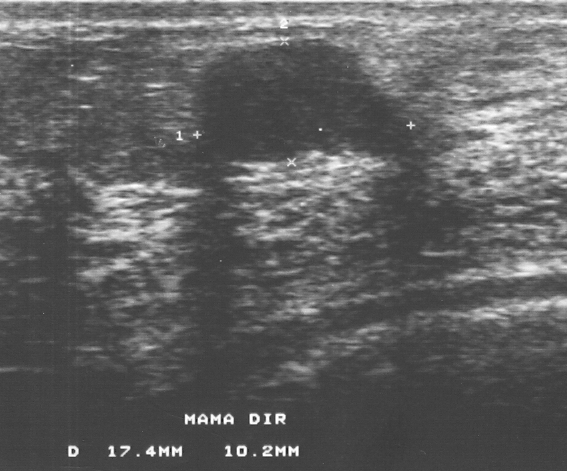
Modality: breast ultrasound scan.
This breast ultrasound scan shows a finding. Assessment: BI-RADS 3. Histopathology: fibroadenoma (benign).